Imaging: B-mode breast ultrasound.
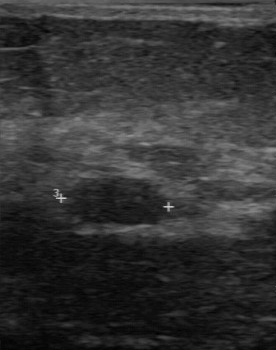
Outcome on biopsy or follow-up: benign. (BI-RADS category 3.)